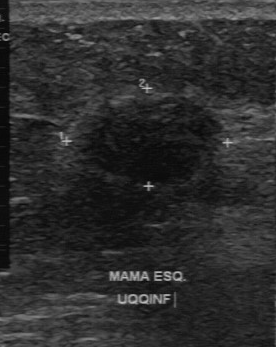
Acquired on GE Logiq 7 @10-14MHz. Breast ultrasound image.
Coordinates are pixels in the 276x347 image. Lesion bounding box: top-left (66, 90), bottom-right (224, 184). The lesion is malignant on biopsy or follow-up.